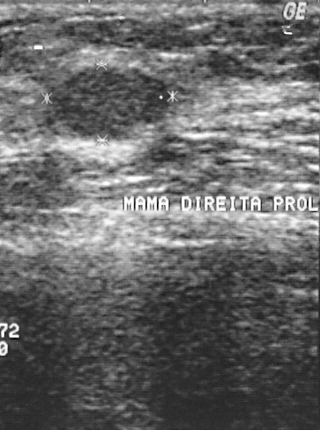
Imaging: breast ultrasound image.
The lesion is benign on biopsy or follow-up. Biopsy showed fibroadenoma. The lesion is assessed as BI-RADS 2.